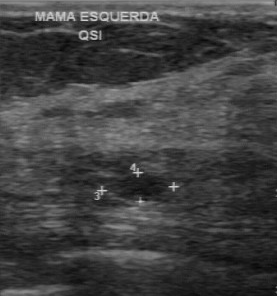
Modality: breast ultrasound.
FINDINGS: Calcifications: none. Internal echoes: hypoechoic. Original BI-RADS: 3. Boundary: fairly clear. Independent BI-RADS assessment: 2.
OUTCOME ON BIOPSY OR FOLLOW-UP: benign.